Imaging: breast ultrasound.
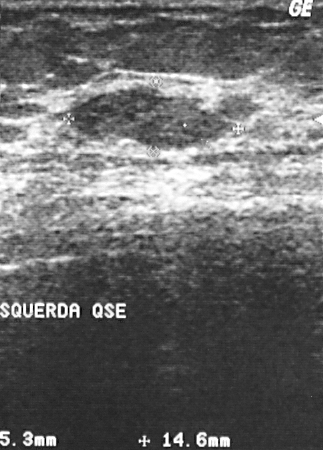
Segment the lesion: bounding box top-left (73, 86), bottom-right (233, 150).